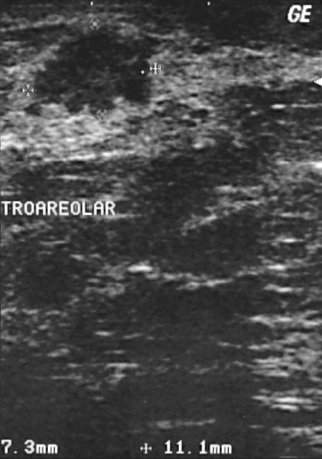
Breast ultrasound.
(coordinates in a 322x459 pixel frame) Segment the mass: bounding box x1=25, y1=25, x2=162, y2=119.